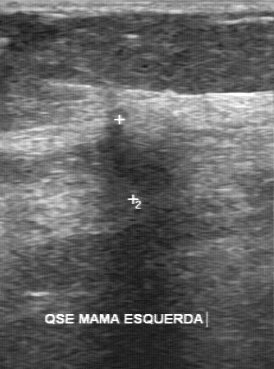
Imaging: breast US.
The mass is malignant on biopsy or follow-up. BI-RADS 5.